Imaging: breast ultrasound. Acquired on GE Logiq 7 @10-14MHz.
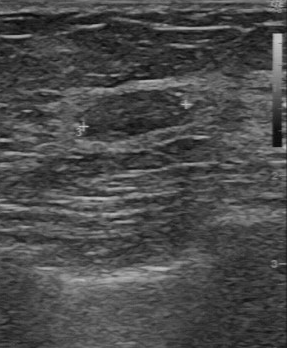
Margin: regular. Original BI-RADS: 2. Calcifications: absent. Second-reader BI-RADS: 3.